Breast ultrasound image.
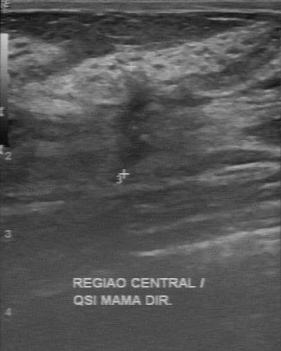
The breast lesion was assessed as BI-RADS 4 by the original reader. On a second, independent read, a breast lesion with an irregular margin and an unclear boundary is seen; it is slightly hypoechoic. Biopsy showed hyperplasia, a benign finding.